Acquired on GE Logiq 7 @10-14MHz. Modality: breast ultrasound.
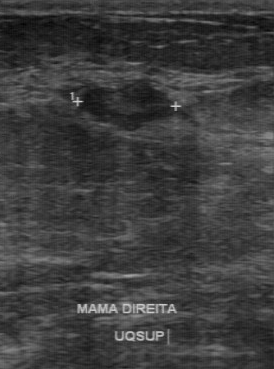
Biopsy or follow-up result: benign.